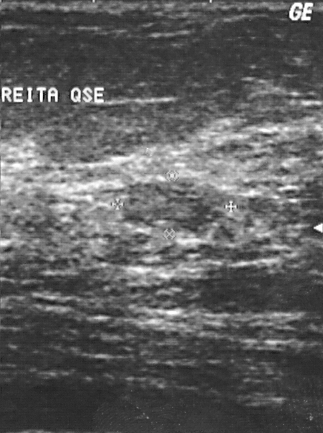
Breast ultrasound. Scanner: GE Logiq 5 @10-12MHz.
Breast ultrasound findings:
- histopathology: fibroadenoma
- BI-RADS assessment: 3
- confirmed outcome (biopsy or follow-up): benign